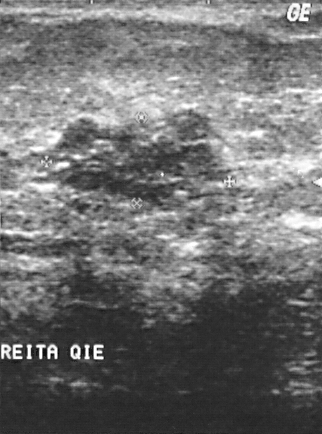
Imaging: breast US. Acquired on GE Logiq 5 @10-12MHz.
A mass is seen. Assessment: BI-RADS 4. Histopathology: intraductal papilloma (benign).